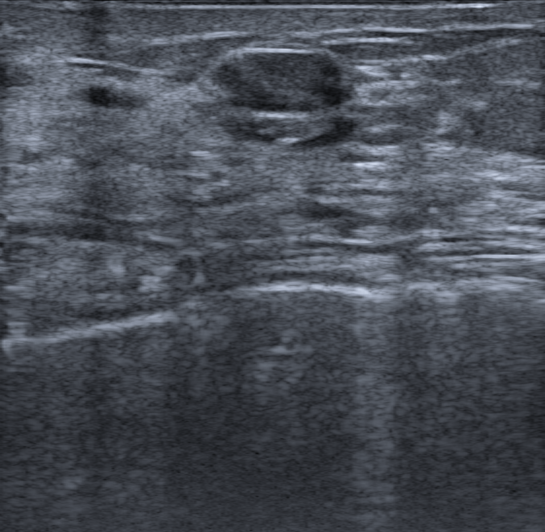
74-year-old patient. Breast sonogram.
The breast lesion is oval and heterogeneous; its margin is circumscribed. No posterior acoustic features are seen. There is no skin thickening. No calcifications are seen. BI-RADS assessment: 3; biopsy or follow-up result: benign. Radiologic interpretation: Complex cyst / Non-simple cyst; Fibroadenoma. The finding was confirmed by follow-up care.